Modality: breast ultrasound scan.
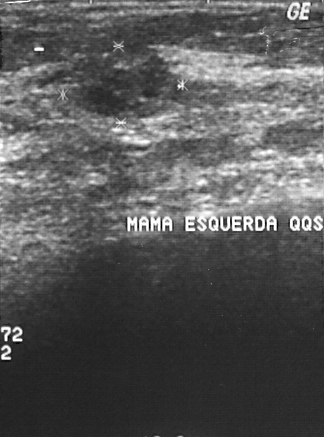
A mass is present on this breast ultrasound scan. BI-RADS category 2. The biopsy result was mucinous carcinoma; the mass is malignant.